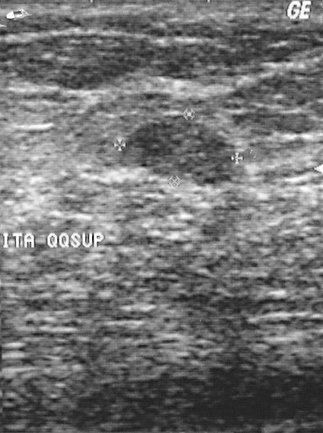
Breast ultrasound.
The finding is benign on biopsy or follow-up. The biopsy result was fibroadenoma. The finding is assessed as BI-RADS 2.